B-mode breast ultrasound.
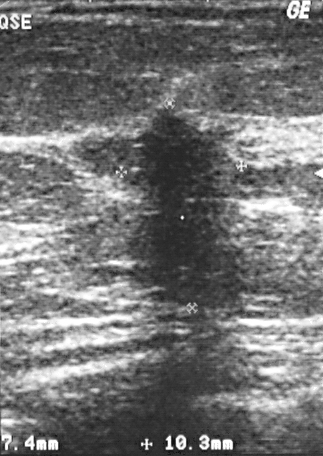
Outcome on biopsy or follow-up: malignant. BI-RADS assessment: 5.
OUTCOME ON BIOPSY OR FOLLOW-UP: malignant.